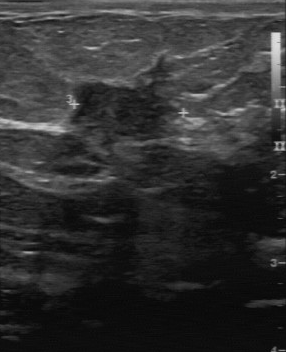
Scanner: GE Logiq 7 @10-14MHz. Breast ultrasound scan.
Coordinates are pixels in the 286x352 image. The finding is located within the bounding box (65, 54) to (182, 151).